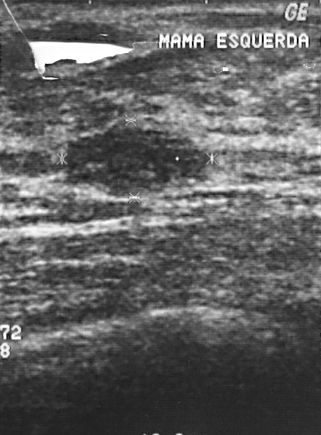
Modality: breast sonogram.
BI-RADS category 2.
Biopsy showed fibroadenoma, a benign finding.